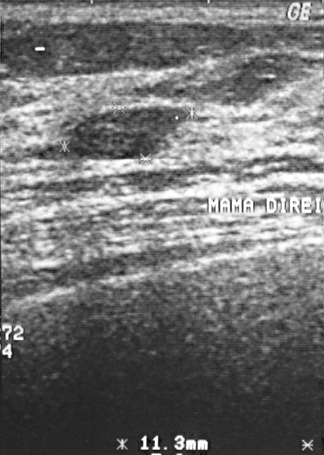
Modality: B-mode breast ultrasound. Scanner: GE Logiq 5 @10-12MHz.
- BI-RADS: 2
- biopsy or follow-up result: benign